Modality: breast US. Scanner: GE Logiq 5 @10-12MHz.
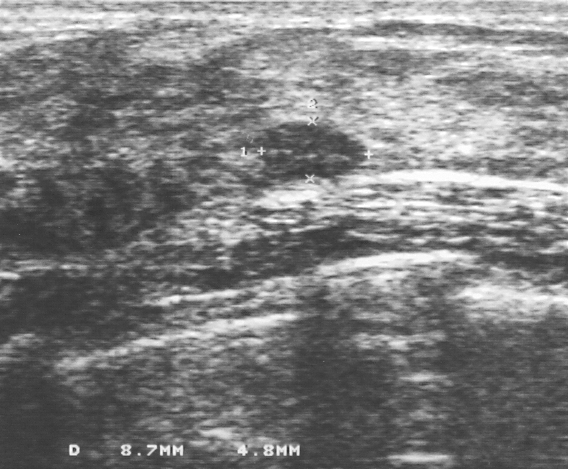
Biopsy showed fibroadenoma. This finding proved benign on biopsy or follow-up. Assigned BI-RADS 3.